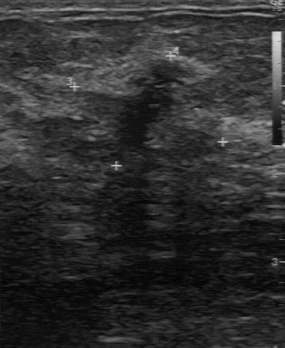
Breast ultrasound scan.
This breast ultrasound scan shows a mass, benign on biopsy or follow-up. BI-RADS 4.